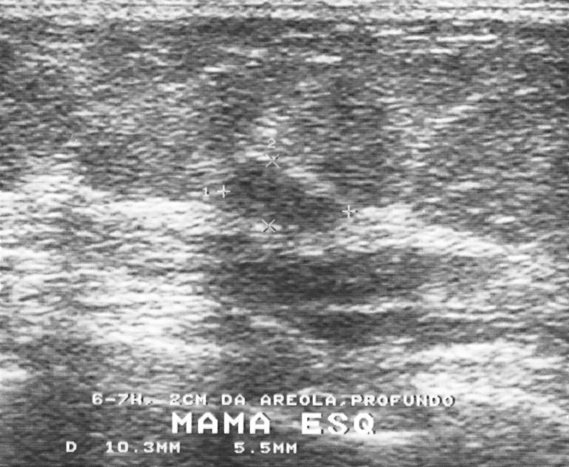
Modality: breast US.
Coordinates are pixels in the 569x467 image. Lesion bounding box: (221, 159) to (344, 232). The lesion is benign on biopsy or follow-up. BI-RADS 3.